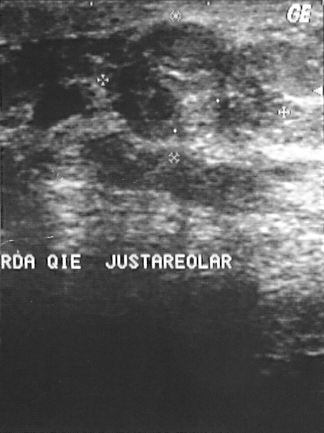
Acquired on GE Logiq 5 @10-12MHz. Breast ultrasound.
This breast ultrasound shows a breast lesion. It was assessed as BI-RADS 4. Biopsy showed fibroadenoma, a benign finding.